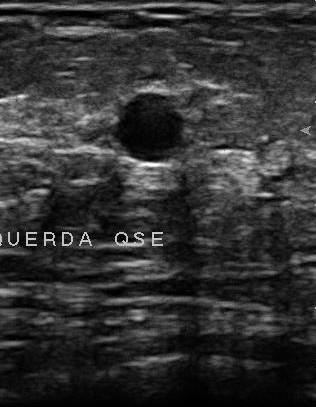
Imaging: breast US. Scanner: U-Systems @10-14MHz.
Biopsy or follow-up result: benign. (BI-RADS category 2.)